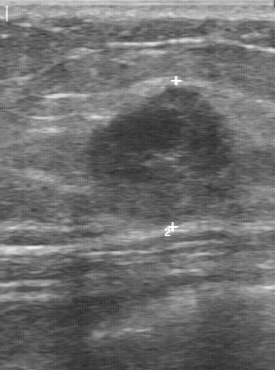
Acquired on GE Logiq 7 @10-14MHz. Modality: breast US.
The original reader assigned BI-RADS 4. A second reader, independent of the original assessment, describes a mixed cystic and solid lesion with a regular margin; the boundary is fairly clear. There are no calcifications. The biopsy result was invasive ductal carcinoma; the lesion is malignant.